Acquired on GE Logiq 7 @10-14MHz. Breast ultrasound scan.
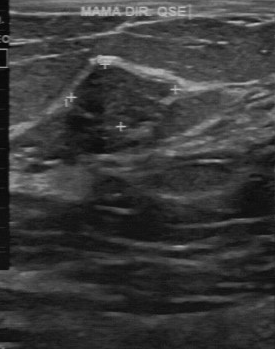
The original reader assigned BI-RADS 3. A second reader, independent of the original assessment, describes a slightly hypoechoic finding with a partially regular margin; the boundary is fairly clear. No calcifications are seen. Pathology confirmed benign fibroadenoma.